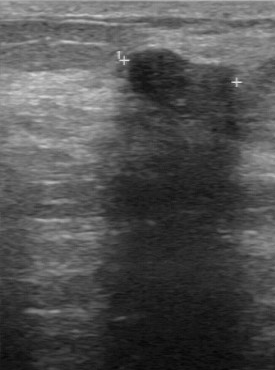
Scanner: GE Logiq 7 @10-14MHz. Breast US.
- internal echoes: hypoechoic
- calcifications: absent
- boundary: clear
- margin: regular